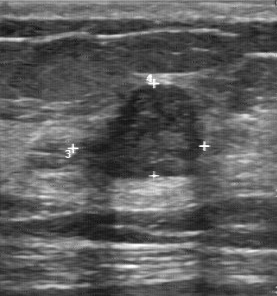
Modality: breast ultrasound scan.
- independent BI-RADS assessment: 4A
- calcifications: absent
- outcome on biopsy or follow-up: malignant